Imaging: B-mode breast ultrasound.
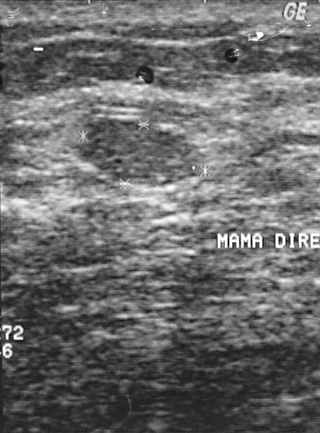
The biopsy or follow-up result is benign. Pathology: fibroadenoma. BI-RADS category is 2.